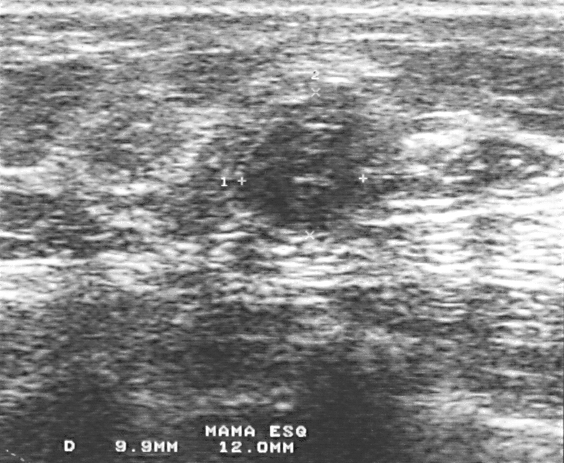
Breast ultrasound.
Lesion characteristics:
- BI-RADS: 4
- biopsy result: fibroadenoma
- biopsy or follow-up result: benign